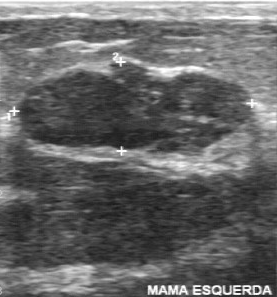
Modality: B-mode breast ultrasound.
(coordinates in a 277x297 pixel frame) Segment the lesion: bounding box [17, 62, 252, 154]. The lesion is benign on biopsy or follow-up. BI-RADS 2.